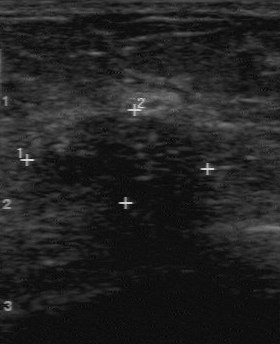
Imaging: breast ultrasound. Scanner: GE Logiq 7 @10-14MHz.
Breast ultrasound findings:
- calcifications: suspected
- BI-RADS (second read): 4C
- BI-RADS (first reader): 4
- echo pattern: heterogeneous